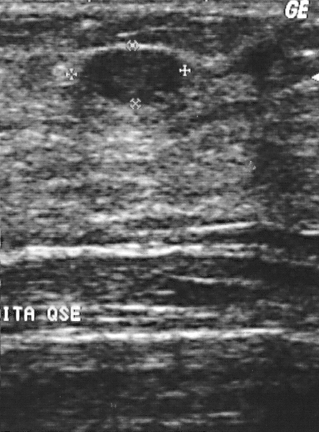
Breast sonogram.
This breast sonogram shows a mass, benign on biopsy or follow-up.